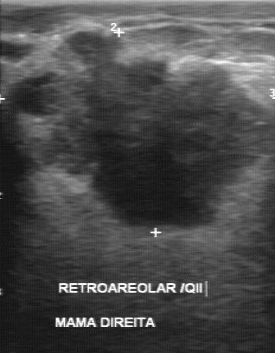
Acquired on GE Logiq 7 @10-14MHz. Imaging: breast ultrasound scan.
BI-RADS 4 in the original read. Findings on the second read (an independent reader): a hypoechoic finding, margin irregular, boundary unclear. Pathology confirmed malignant invasive ductal carcinoma.